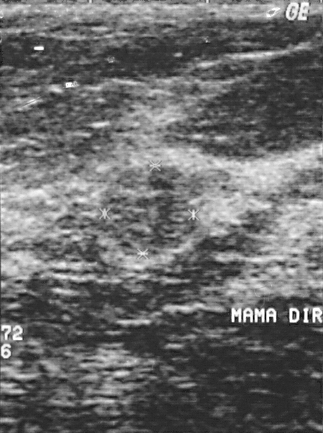
Imaging: breast ultrasound.
The mass demonstrates BI-RADS category: 2.